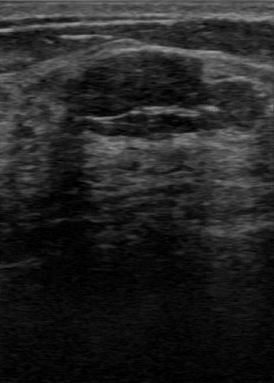
Modality: breast ultrasound.
FINDINGS: Breast ultrasound. BI-RADS (second read): 3. Original BI-RADS: 2.
OUTCOME ON BIOPSY OR FOLLOW-UP: benign.